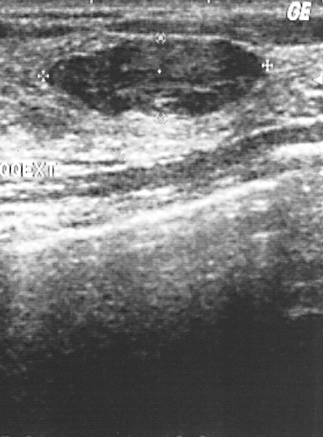
Breast ultrasound scan.
- BI-RADS: 2
- outcome on biopsy or follow-up: benign